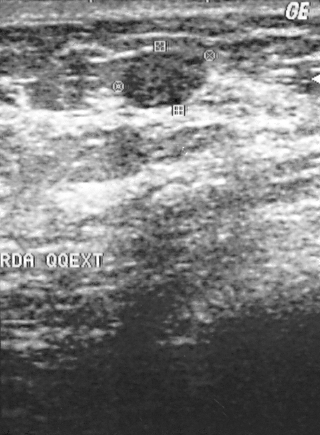
Imaging: breast ultrasound image. Scanner: GE Logiq 5 @10-12MHz.
- confirmed outcome (biopsy or follow-up): benign
- BI-RADS assessment: 2